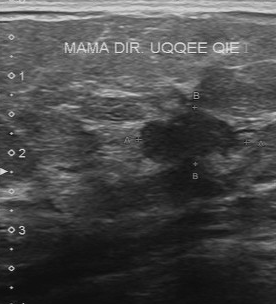
Acquired on Toshiba Aplio 300 @12-14 MHz. Modality: breast ultrasound.
(coordinates in a 276x304 pixel frame) Lesion region of interest: x1=138, y1=108, x2=252, y2=168. BI-RADS 5.